Modality: breast ultrasound.
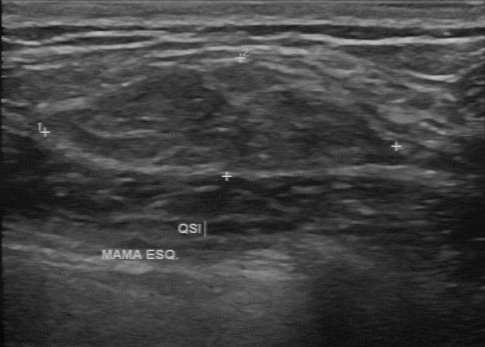
BI-RADS 2 in the original read. A second reader, independent of the original assessment, describes a slightly hypoechoic finding with a partially regular margin; the boundary is fairly clear. Histopathology: fibroadenoma (benign).